Imaging: breast ultrasound.
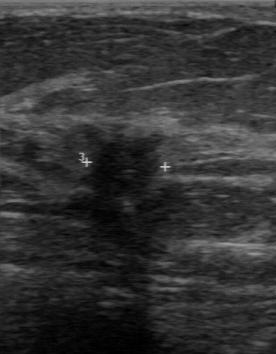
Biopsy or follow-up result is malignant. The biopsy result is invasive ductal carcinoma. Boundary: somewhat unclear. Internal echoes: hypoechoic. There are no calcifications. Lesion margin is partially regular.